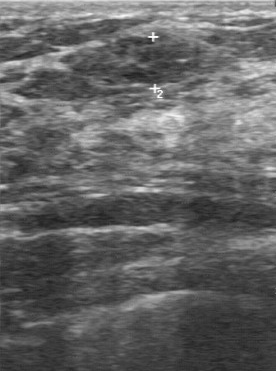
Breast sonogram.
The original reader assigned BI-RADS 3.
A second, independent read describes the finding as follows.
No calcifications are seen.
Margin: regular.
The finding is hypoechoic.
The lesion boundary is clear.
Histopathology: fibroadenoma (benign).